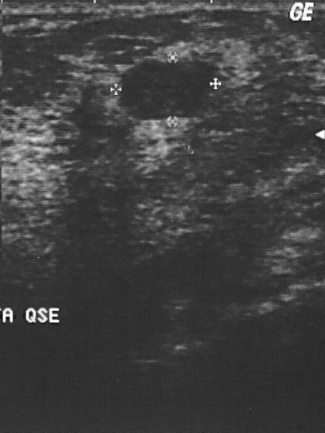
Scanner: GE Logiq 5 @10-12MHz. Breast US.
A lesion is present on this breast US. BI-RADS category 2. The biopsy result was fibroadenoma; the lesion is benign.